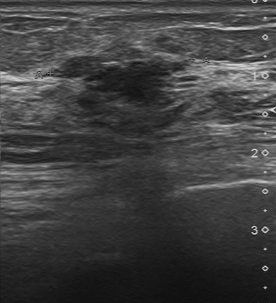
Imaging: breast ultrasound image. Acquired on Toshiba Aplio 300 @12-14 MHz.
The lesion was categorized BI-RADS 4 in the original read. A second, independent read describes the lesion as follows. The lesion has an irregular margin. Boundary: unclear. The lesion is slightly hypoechoic. No calcifications are seen. Histopathology: invasive ductal carcinoma (malignant).